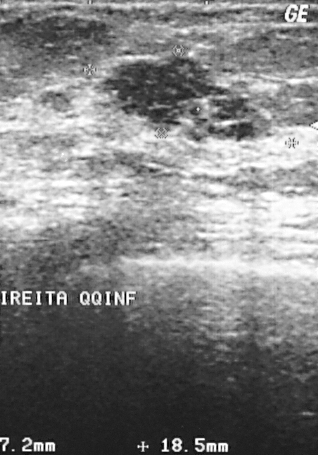
Acquired on GE Logiq 5 @10-12MHz. Breast ultrasound scan.
Assigned BI-RADS 3.
Pathology confirmed invasive ductal carcinoma.
This lesion proved malignant on biopsy or follow-up.